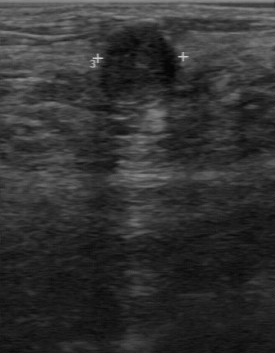
Modality: breast US.
Coordinates are pixels in the 275x353 image. Segment the finding: bounding box top-left (101, 23), bottom-right (183, 102).